Breast US.
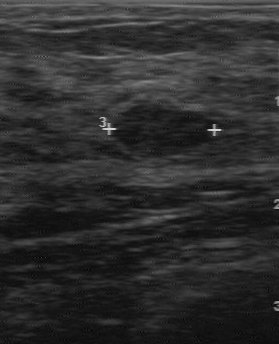
(coordinates in a 279x344 pixel frame) Segment the mass: bounding box (111, 104) to (211, 157). BI-RADS 3.